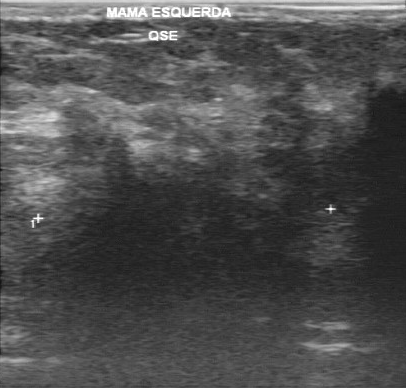
Imaging: breast US. Acquired on GE Logiq 7 @10-14MHz.
BI-RADS 5 in the original read. A second reader, independent of the original assessment, describes a hypoechoic finding with an irregular margin; the boundary is unclear. The biopsy result was invasive lobular carcinoma; the finding is malignant.